Breast ultrasound image.
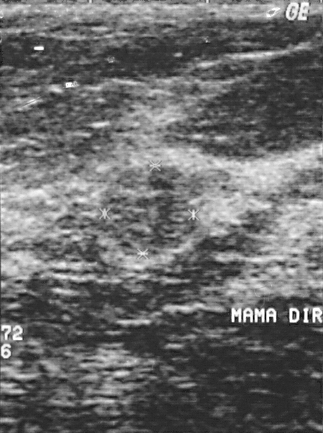
Coordinates are pixels in the 323x433 image. Lesion region of interest: (100,166)-(198,253). The lesion is benign on biopsy or follow-up.